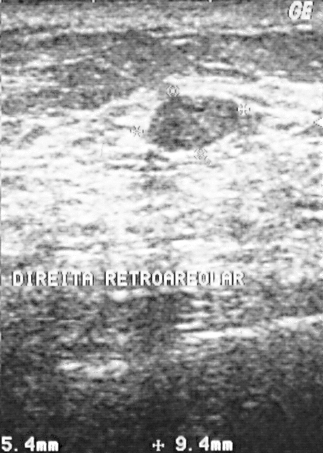
Imaging: B-mode breast ultrasound.
Pixel coordinates (x1, y1, x2, y2): The mass is located within the bounding box x1=147, y1=94, x2=238, y2=150. The mass is benign on biopsy or follow-up.